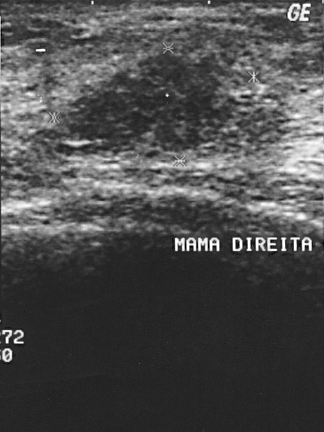
Breast US. Scanner: GE Logiq 5 @10-12MHz.
The mass is malignant on biopsy or follow-up. (BI-RADS category 4.)